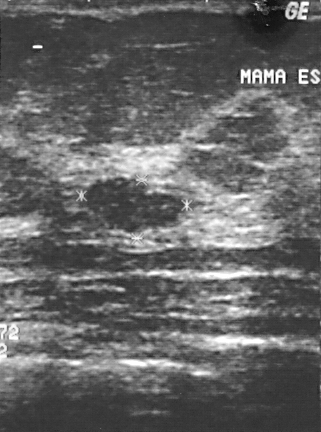
B-mode breast ultrasound.
(coordinates in a 321x432 pixel frame) Lesion region of interest: top-left (82, 178), bottom-right (184, 232). BI-RADS 2.